Modality: breast sonogram.
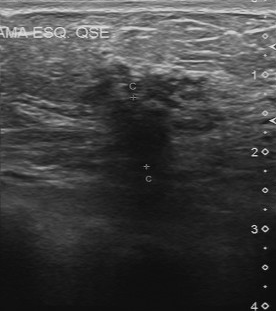
The finding was categorized BI-RADS 4 in the original read. Descriptors from an independent second read (not the reader who assigned the category): The finding has an irregular margin. Boundary: unclear. The finding is hypoechoic. Calcifications: suspected. The biopsy result was invasive ductal carcinoma; the finding is malignant.